Modality: B-mode breast ultrasound.
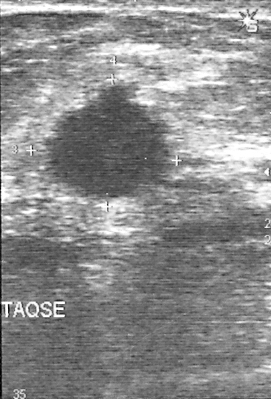
This breast lesion proved malignant on biopsy or follow-up. Assigned BI-RADS 4. The biopsy result was invasive ductal carcinoma.